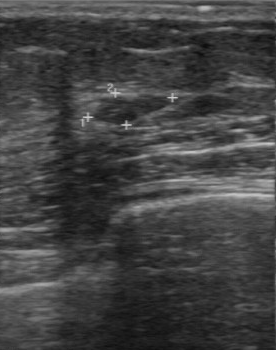
Modality: breast sonogram.
FINDINGS: Echogenicity: hypoechoic. Calcifications: none. Biopsy result: fibroadenoma. Boundary: clear. Margin: regular.
OUTCOME ON BIOPSY OR FOLLOW-UP: benign.